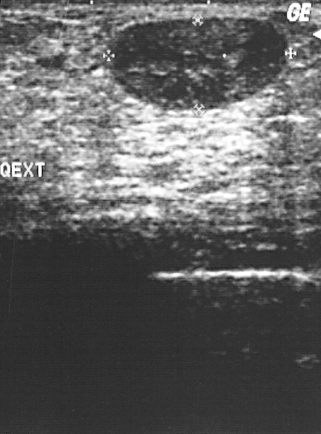
Modality: breast ultrasound image.
A lesion is present on this breast ultrasound image. It was assessed as BI-RADS 2. Histopathology: fibroadenoma (benign).